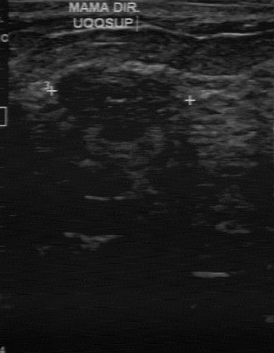
Scanner: GE Logiq 7 @10-14MHz. Imaging: breast ultrasound.
BI-RADS 3 in the original read; on a second read the margin is partially regular, the boundary somewhat unclear and the lesion slightly hypoechoic. No calcifications are seen. Histopathology: fibroadenoma (benign).